Imaging: breast US.
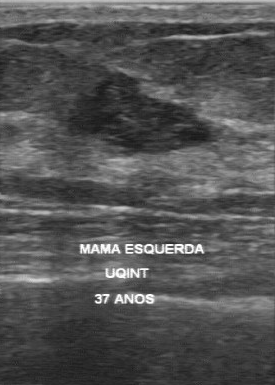
This breast US shows a breast lesion, benign on biopsy or follow-up.